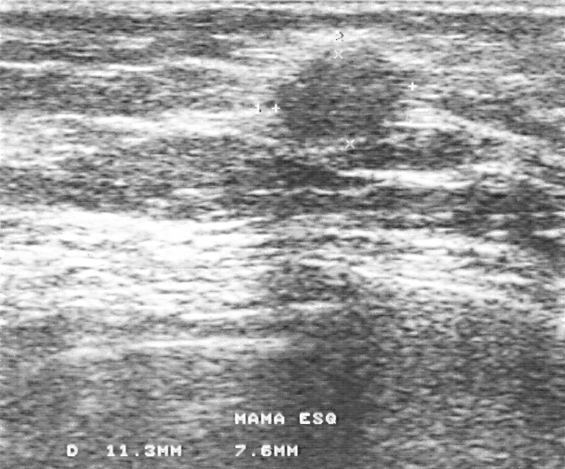
Modality: breast ultrasound scan.
A lesion is seen. Assessment: BI-RADS 4. Histopathology: fat necrosis (benign).